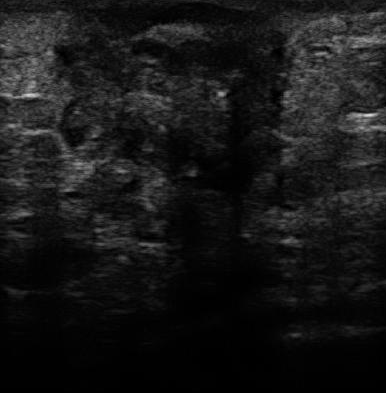
Modality: B-mode breast ultrasound.
Outcome on biopsy or follow-up: malignant. (BI-RADS category 5.)